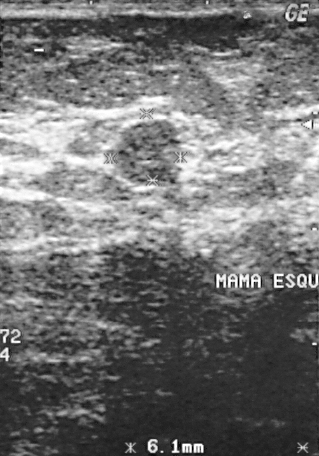
Imaging: breast ultrasound.
Lesion characteristics:
- histopathology: fibroadenoma
- BI-RADS category: 3
- biopsy or follow-up result: benign